Acquired on GE Logiq 5 @10-12MHz. Modality: breast ultrasound image.
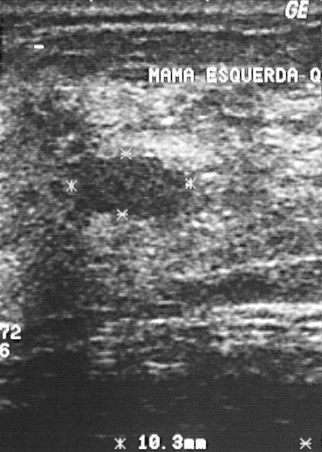
This breast ultrasound image shows a finding. It was assessed as BI-RADS 2. Histopathology: fibroadenoma (benign).